Breast ultrasound scan.
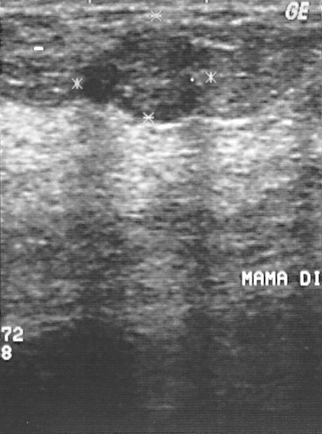
A mass is seen. Assessment: BI-RADS 2. The biopsy result was fibroadenoma; the mass is benign.